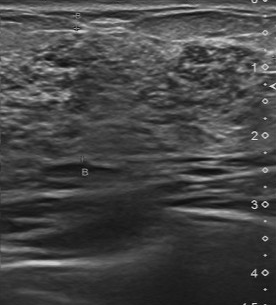
Scanner: Toshiba Aplio 300 @12-14 MHz. Modality: breast ultrasound scan.
The breast lesion was categorized BI-RADS 4 in the original read. On a second, independent read, a breast lesion with an irregular margin and an unclear boundary is seen; it is heterogeneous. There are multiple calcifications. Histopathology: invasive ductal carcinoma (malignant).